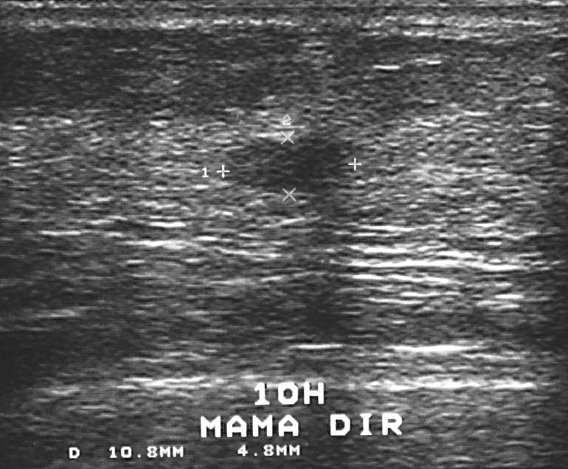
Modality: breast ultrasound scan. Acquired on GE Logiq 5 @10-12MHz.
BI-RADS: 3.
OUTCOME ON BIOPSY OR FOLLOW-UP: benign.